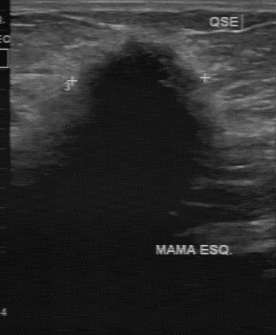
Acquired on GE Logiq 7 @10-14MHz. Breast ultrasound image.
Biopsy or follow-up result: malignant. BI-RADS 4.